B-mode breast ultrasound.
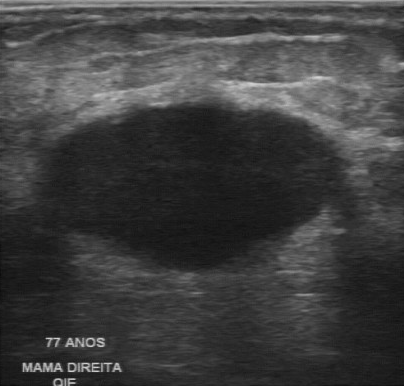
- BI-RADS category: 4
- confirmed outcome (biopsy or follow-up): malignant